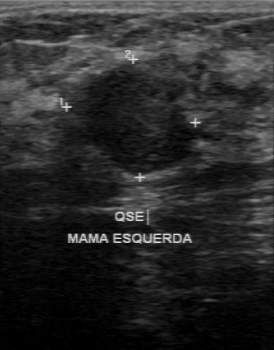
Scanner: GE Logiq 7 @10-14MHz. Imaging: breast ultrasound image.
The breast lesion demonstrates second-reader BI-RADS: 3, hypoechoic internal echoes, outcome on biopsy or follow-up: benign, partially regular contour, clear lesion boundary, original BI-RADS: 4.